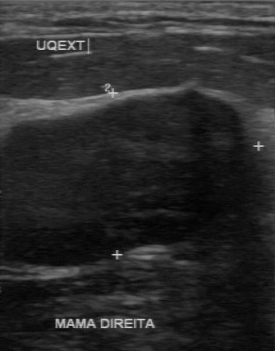
Breast ultrasound image. Scanner: GE Logiq 7 @10-14MHz.
The breast lesion was assessed as BI-RADS 3 by the original reader.
On a second read by an independent reader:
Margin: regular.
Boundary: clear.
The breast lesion is hypoechoic.
No calcifications are seen.
Histopathology: fibroadenoma (benign).